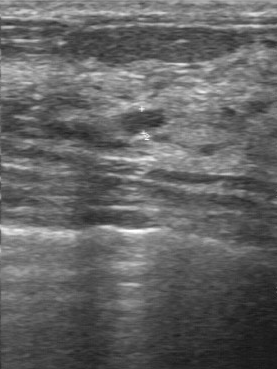
Acquired on GE Logiq 7 @10-14MHz. B-mode breast ultrasound.
A lesion is seen with biopsy or follow-up result: malignant, BI-RADS category: 3.